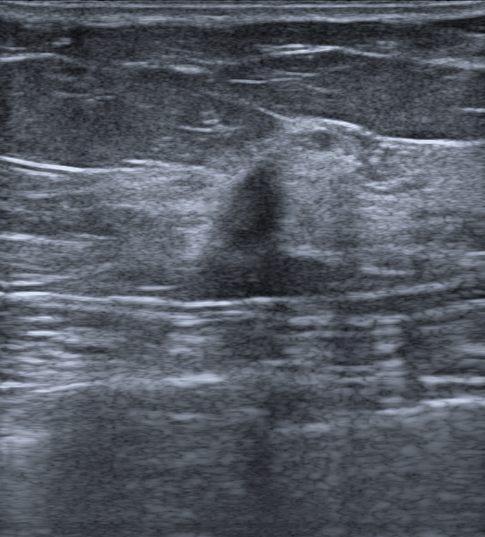
Modality: breast ultrasound scan. 57-year-old patient.
Findings: an irregular lesion of hypoechoic echotexture with non-circumscribed (microlobulated and indistinct) margins. There is posterior acoustic shadowing. No echogenic halo is seen. BI-RADS assessment: 5; biopsy or follow-up result: malignant. Radiologist's impression: Suspicion of malignancy. Biopsy confirmed invasive carcinoma of no special type (NST) and ductal carcinoma in situ (DCIS).